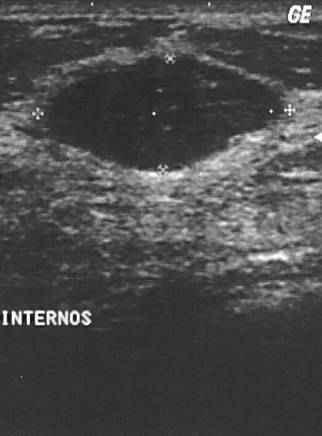
Breast ultrasound image.
Biopsy or follow-up result: benign. (BI-RADS category 2.)